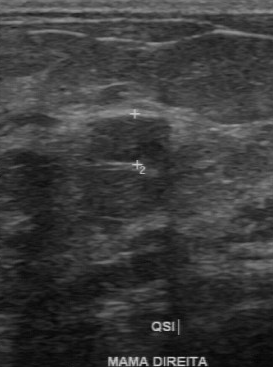
Breast ultrasound scan.
The mass demonstrates regular contour, clear lesion boundary, hypoechoic internal echoes, calcifications: absent, biopsy or follow-up result: benign.